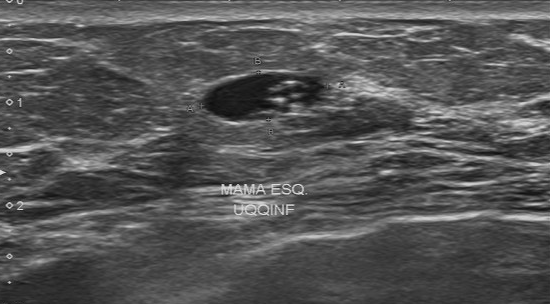
Scanner: Toshiba Aplio 300 @12-14 MHz. Breast US.
BI-RADS assessment is 4.